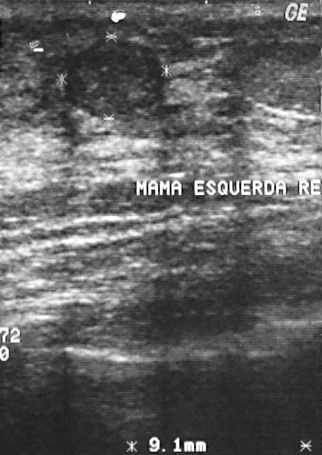
Modality: B-mode breast ultrasound.
BI-RADS assessment: 3. Histopathology: fibroadenoma. Confirmed outcome (biopsy or follow-up): benign.
OUTCOME ON BIOPSY OR FOLLOW-UP: benign.